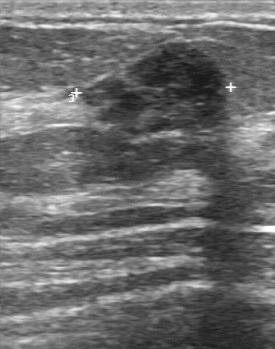
Breast ultrasound image.
This breast ultrasound image shows a breast lesion with BI-RADS: 3, outcome on biopsy or follow-up: benign, pathology: fibroadenoma.